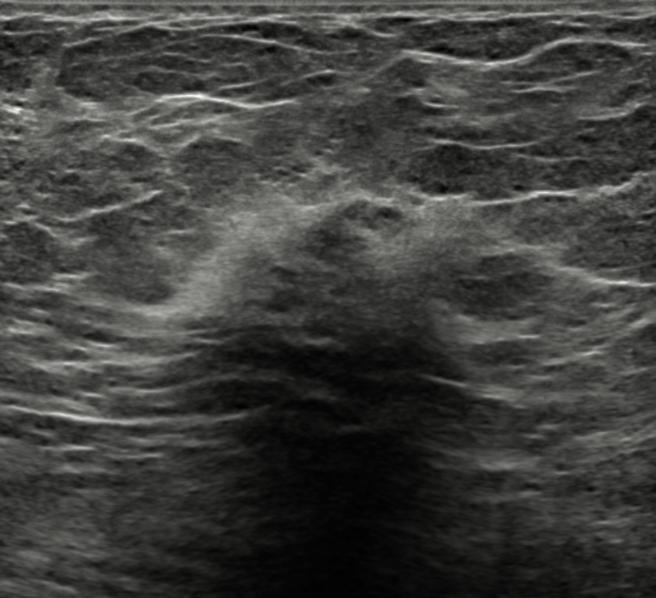
Age 56. Imaging: breast sonogram.
Outcome on biopsy or follow-up: benign.